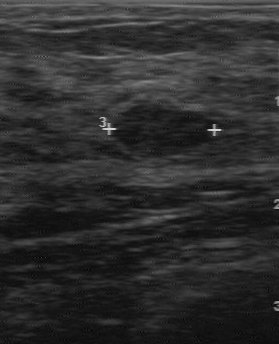
Modality: breast US.
There are no calcifications. Margin: regular. The boundary is clear. Echo pattern: hypoechoic. The biopsy or follow-up result is benign.